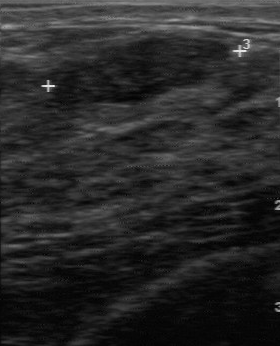
Acquired on GE Logiq 7 @10-14MHz. Modality: breast sonogram.
The breast lesion was assessed as BI-RADS 3 by the original reader.
On a second read by an independent reader:
The breast lesion has a regular margin.
Its boundary is clear.
Internally the breast lesion is hypoechoic.
No calcifications are seen.
The biopsy result was fibroadenoma; the breast lesion is benign.